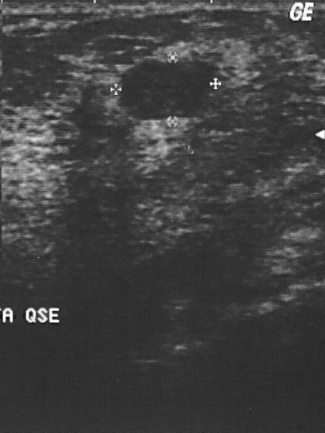
Breast sonogram.
Biopsy or follow-up result: benign. (BI-RADS category 2.)